Scanner: U-Systems @10-14MHz. Imaging: B-mode breast ultrasound.
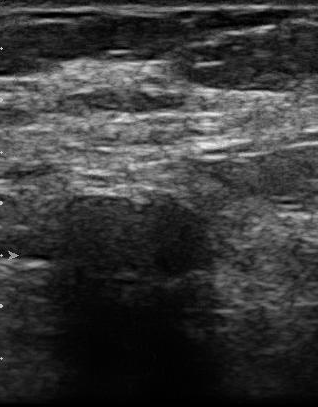
Biopsy or follow-up result: benign.